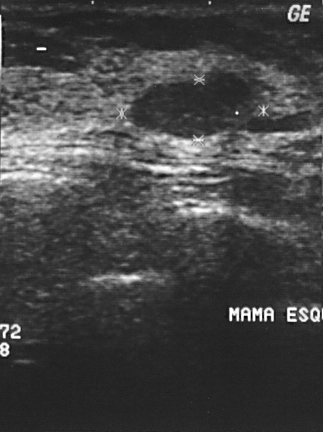
Breast US.
Outcome on biopsy or follow-up is benign. The BI-RADS assessment is 2. Pathology is fibroadenoma.